Imaging: breast ultrasound scan.
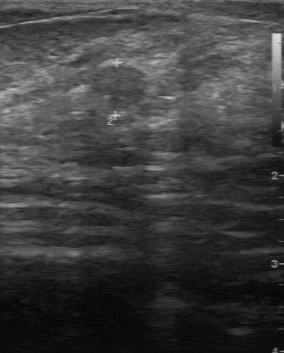
Lesion region of interest: x1=92, y1=66, x2=144, y2=107. The breast lesion is benign on biopsy or follow-up. BI-RADS 3.